Acquired on GE Logiq 5 @10-12MHz. Modality: breast sonogram.
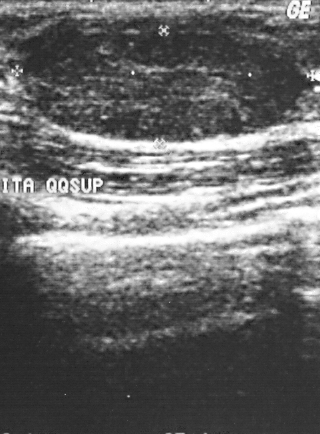
A mass is seen. It was assessed as BI-RADS 2. The biopsy result was fibroadenoma; the mass is benign.